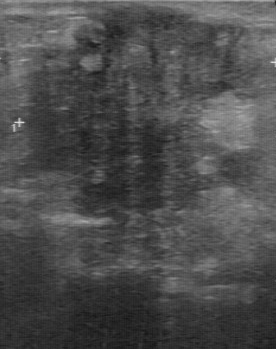
Modality: breast ultrasound.
BI-RADS category: 4. Histopathology: invasive ductal carcinoma.